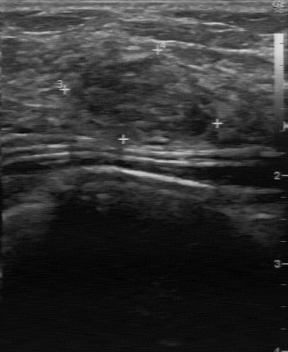
Modality: breast US.
The breast lesion was assessed as BI-RADS 3 by the original reader. On a second, independent read, a breast lesion with a partially regular margin and a fairly clear boundary is seen; it is heterogeneous. Calcifications: none. Histopathology: fibroadenoma (benign).